Imaging: B-mode breast ultrasound.
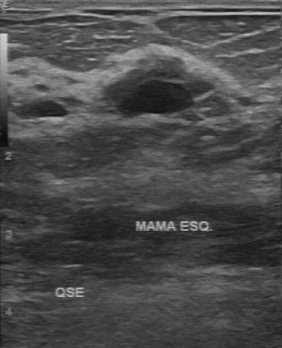
BI-RADS 2 in the original read; on a second read the margin is partially regular, the boundary fairly clear and the breast lesion hypoechoic. No calcifications are seen. Histopathology: cyst (benign).